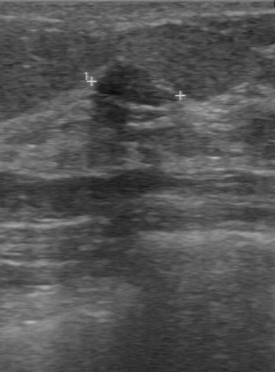
Breast ultrasound.
The BI-RADS on independent re-read is 3. The echo pattern is hypoechoic. Contour: regular. The BI-RADS (first reader) is 3.